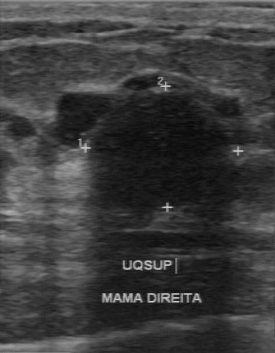
Acquired on GE Logiq 7 @10-14MHz. Modality: breast ultrasound.
The mass was categorized BI-RADS 3 in the original read. The following findings are from a second reader, independent of the original assessment. The mass has a regular margin. Calcifications: none. Internally the mass is hypoechoic. Its boundary is clear. The biopsy result was cyst; the mass is benign.